Modality: breast US.
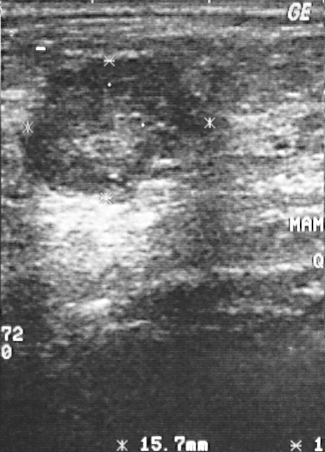
FINDINGS: Breast US. BI-RADS assessment: 4. Biopsy or follow-up result: benign.
OUTCOME ON BIOPSY OR FOLLOW-UP: benign.